Modality: B-mode breast ultrasound.
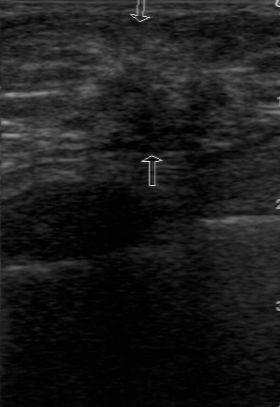
No calcifications are seen. Original BI-RADS is 4. Confirmed outcome (biopsy or follow-up): malignant. The pathology is invasive ductal carcinoma. Second-reader BI-RADS is 4B. Echogenicity is slightly hypoechoic.